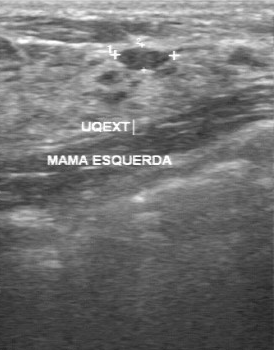
Modality: breast sonogram.
Breast lesion: benign on biopsy or follow-up. (BI-RADS category 2.)